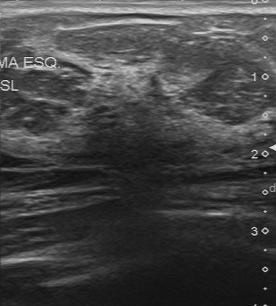
Scanner: Toshiba Aplio 300 @12-14 MHz. Imaging: breast US.
A finding is seen with BI-RADS assessment: 4, biopsy result: fibrocystic changes.